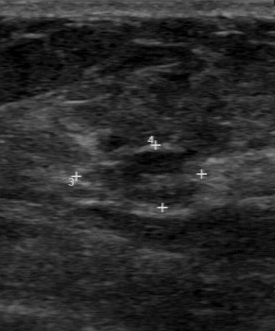
Breast ultrasound scan. Acquired on GE Logiq 7 @10-14MHz.
Breast ultrasound scan findings:
- echogenicity: slightly hypoechoic
- outcome on biopsy or follow-up: malignant
- calcifications: none
- lesion boundary: fairly clear
- contour: partially regular